B-mode breast ultrasound.
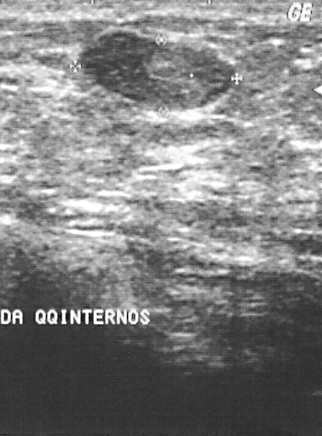
Outcome on biopsy or follow-up: benign.